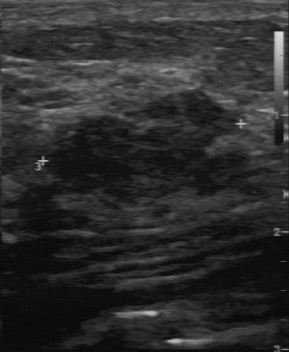
Imaging: breast ultrasound image.
Original-read BI-RADS category: 4. On a second, independent read, a finding with a partially regular margin and a fairly clear boundary is seen; it is slightly hypoechoic. The biopsy result was fibroadenoma; the finding is benign.